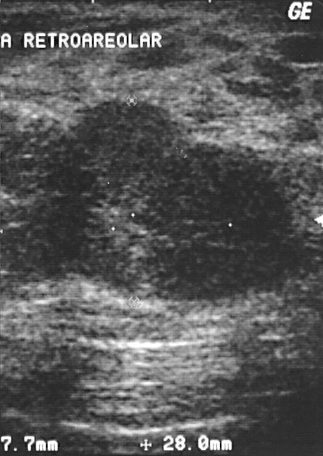
Imaging: breast ultrasound scan. Scanner: GE Logiq 5 @10-12MHz.
This breast ultrasound scan shows a finding, benign on biopsy or follow-up. (BI-RADS category 4.)